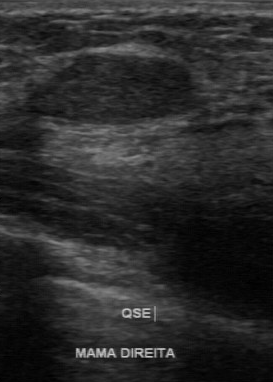
Acquired on GE Logiq 7 @10-14MHz. Imaging: breast ultrasound image.
This breast ultrasound image shows a mass, benign on biopsy or follow-up. (BI-RADS category 2.)